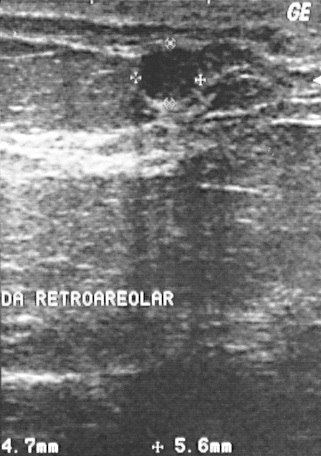
Breast sonogram.
Biopsy or follow-up result: benign. The biopsy result was fibrocystic changes. BI-RADS assessment: 2.